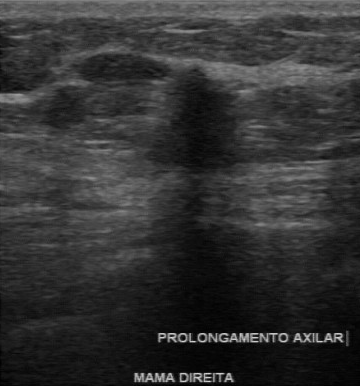
Breast ultrasound.
Outcome on biopsy or follow-up: malignant.